Breast ultrasound.
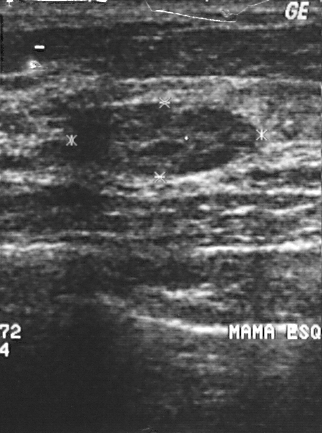
This breast ultrasound shows a breast lesion with BI-RADS assessment: 2, confirmed outcome (biopsy or follow-up): benign, biopsy result: fibroadenoma.